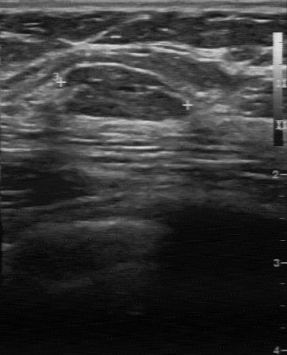
Imaging: breast ultrasound.
FINDINGS: Breast ultrasound. Original BI-RADS: 2. Margin: partially regular. Calcifications: absent. Echo pattern: slightly hypoechoic. Independent BI-RADS assessment: 3.
OUTCOME ON BIOPSY OR FOLLOW-UP: benign.